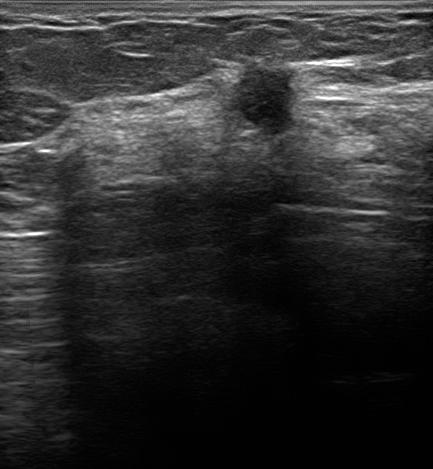
Imaging: breast US.
Shape: irregular.
Margin: not circumscribed, indistinct.
The mass is hypoechoic.
No posterior acoustic features are seen.
There is an echogenic halo.
There are no calcifications.
Skin thickening: none.
Differential on reading: Suspicion of malignancy; Dysplasia; Fibroadenoma; Intraductal papilloma.
Assigned BI-RADS 5.
Biopsy confirmed invasive lobular carcinoma.